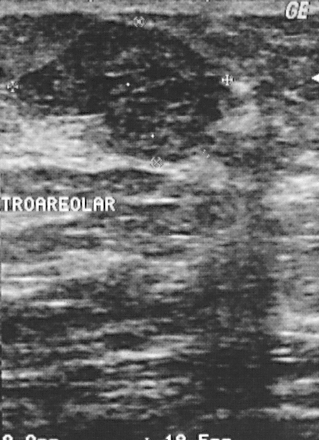
Modality: breast ultrasound image. Acquired on GE Logiq 5 @10-12MHz.
FINDINGS: Breast ultrasound image. BI-RADS assessment: 2. Outcome on biopsy or follow-up: benign.
OUTCOME ON BIOPSY OR FOLLOW-UP: benign.